Modality: breast US.
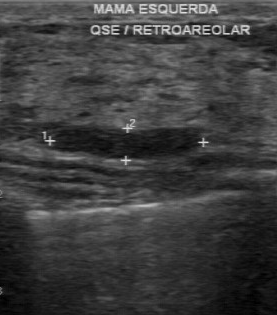
Breast lesion: benign on biopsy or follow-up.